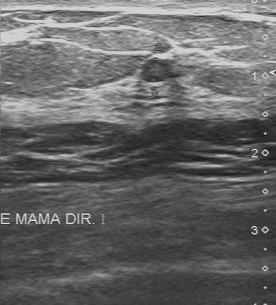
Modality: B-mode breast ultrasound.
The finding is benign on biopsy or follow-up.